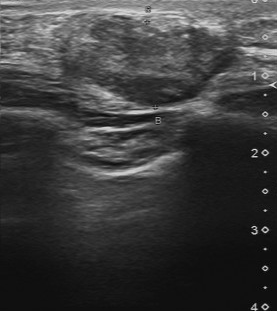
Acquired on Toshiba Aplio 300 @12-14 MHz. Breast sonogram.
Breast lesion bounding box: 62 15 234 104. The breast lesion is malignant on biopsy or follow-up. BI-RADS 4.